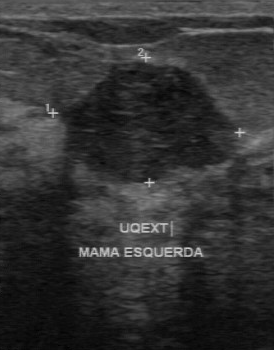
Modality: breast ultrasound image.
Biopsy or follow-up result: benign. (BI-RADS category 3.)